Modality: breast ultrasound.
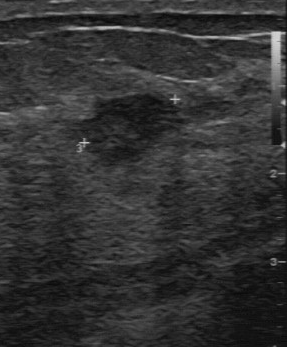
The finding was categorized BI-RADS 4 in the original read. The following findings are from a second reader, independent of the original assessment. Margin: partially regular. The lesion boundary is fairly clear. The finding is slightly hypoechoic. No calcifications are seen. Histopathology: intraductal papilloma (benign).